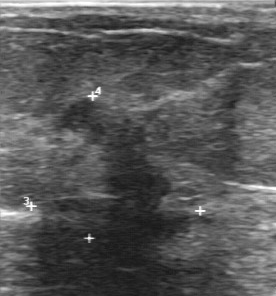
Modality: breast ultrasound scan.
- pathology: invasive ductal carcinoma
- outcome on biopsy or follow-up: malignant
- BI-RADS assessment: 5